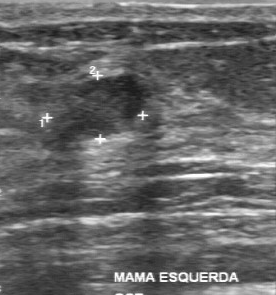
Scanner: GE Logiq 7 @10-14MHz. Modality: breast ultrasound.
The original reader assigned BI-RADS 2.
Descriptors from an independent second read (not the reader who assigned the category):
The margin is partially regular.
Boundary: fairly clear.
Internally the lesion is slightly hypoechoic.
No calcifications are seen.
Histopathology: fibroadenoma (benign).